Acquired on GE Logiq 7 @10-14MHz. Imaging: B-mode breast ultrasound.
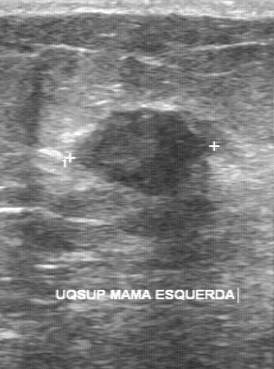
The original reader assigned BI-RADS 4. The following findings are from a second reader, independent of the original assessment. The margin is partially regular. Boundary: fairly clear. Internally the lesion is slightly hypoechoic. There are no calcifications. Biopsy showed invasive ductal carcinoma, a malignant finding.